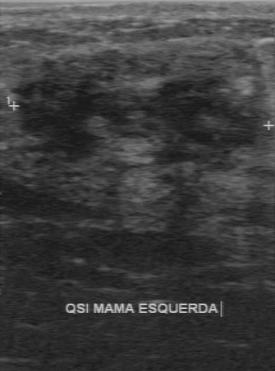
Breast sonogram.
The BI-RADS category is 4. The confirmed outcome (biopsy or follow-up) is benign.